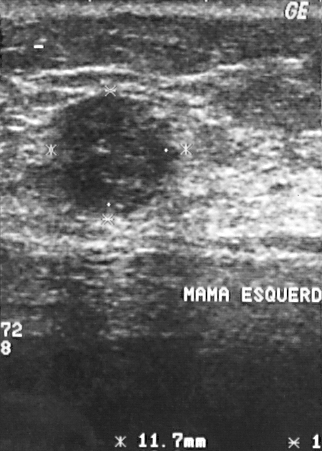
Acquired on GE Logiq 5 @10-12MHz. Imaging: breast sonogram.
A mass is present on this breast sonogram. BI-RADS category 4. The biopsy result was cyst; the mass is benign.